Breast US.
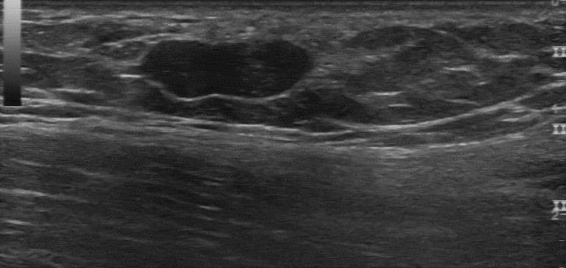
The breast lesion was categorized BI-RADS 2 in the original read. On a second, independent read, a breast lesion with a regular margin and a clear boundary is seen; it is hypoechoic. Calcifications: none. Biopsy showed fibroadenoma, a benign finding.